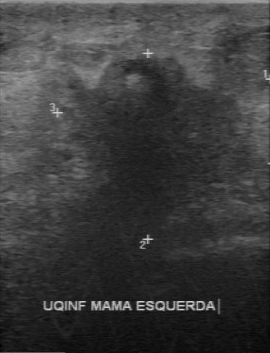
Scanner: GE Logiq 7 @10-14MHz. Modality: breast sonogram.
The lesion demonstrates hypoechoic internal echoes, irregular margin, pathology: invasive ductal carcinoma, biopsy or follow-up result: malignant, BI-RADS (second read): 4C, unclear boundary.